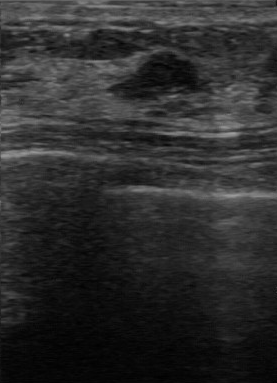
Breast ultrasound.
Confirmed outcome (biopsy or follow-up): benign. The boundary is fairly clear. BI-RADS on independent re-read: 3. BI-RADS (first reader) is 4. No calcifications are seen. Margin: partially regular. Echogenicity is hypoechoic. The histopathology is fibroadenoma.